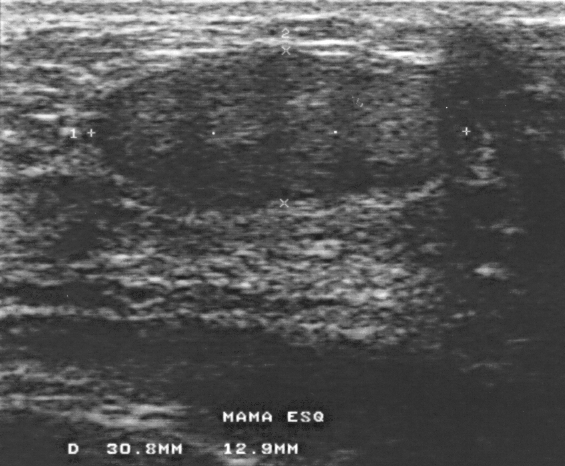
Acquired on GE Logiq 5 @10-12MHz. Modality: breast US.
The BI-RADS category is 2.